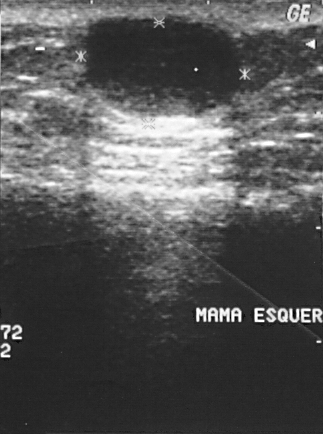
Breast ultrasound scan.
Finding: breast lesion, benign on biopsy or follow-up.